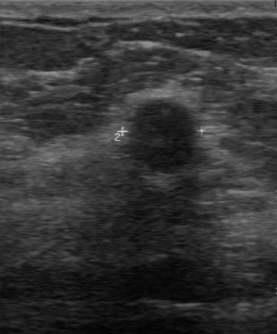
Breast sonogram. Scanner: GE Logiq 7 @10-14MHz.
Coordinates are pixels in the 277x334 image. Lesion bounding box: 123 99 195 173.